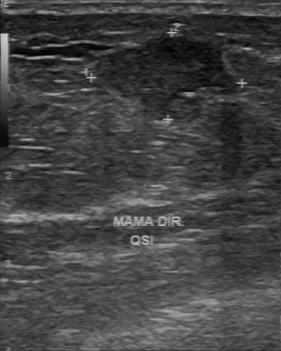
Acquired on GE Logiq 7 @10-14MHz. Modality: breast ultrasound scan.
The mass was assessed as BI-RADS 4 by the original reader. The following findings are from a second reader, independent of the original assessment. No calcifications are seen. Margin: partially regular. Boundary: fairly clear. Histopathology: mucinous carcinoma (malignant).